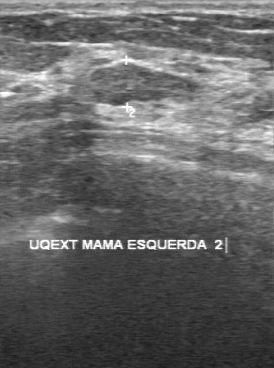
Modality: B-mode breast ultrasound. Scanner: GE Logiq 7 @10-14MHz.
Calcifications: absent. Lesion boundary: clear. Lesion margin: regular. Echogenicity: slightly hypoechoic. Confirmed outcome (biopsy or follow-up): benign.